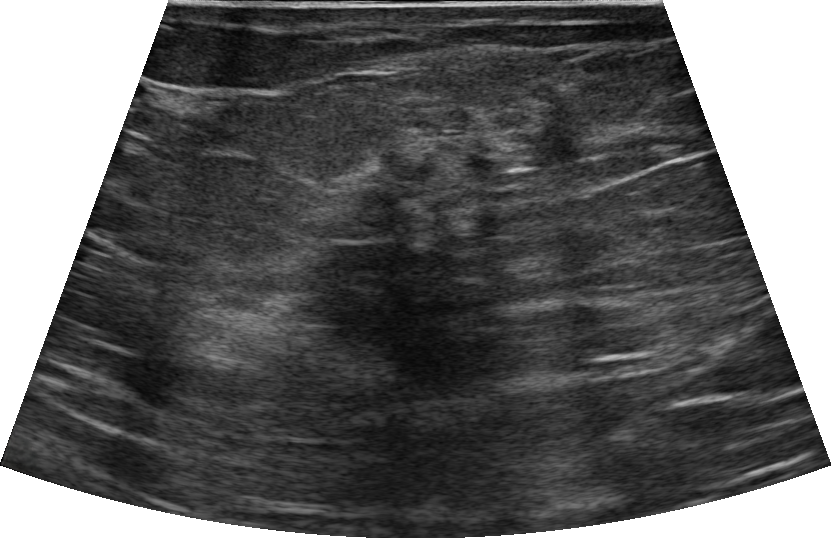
Background tissue composition: heterogeneous: predominantly fibroglandular. Modality: breast ultrasound scan.
Biopsy or follow-up result: benign. BI-RADS 3.